Imaging: breast ultrasound scan. Acquired on GE Logiq 7 @10-14MHz.
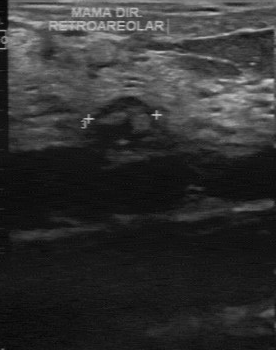
The internal echoes are heterogeneous. The boundary is clear. Second-reader BI-RADS: 3.